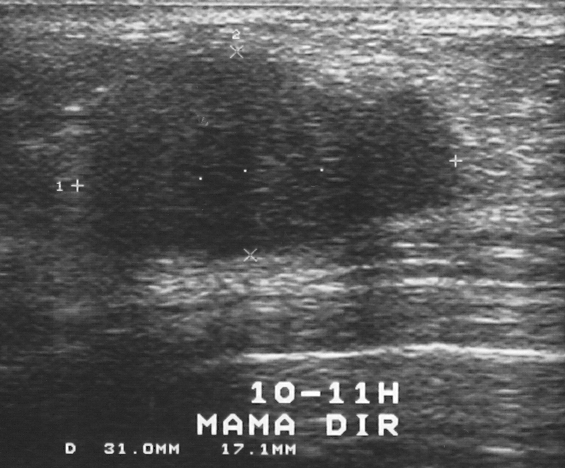
Imaging: B-mode breast ultrasound.
(coordinates in a 565x468 pixel frame) Lesion region of interest: [88, 50, 457, 258]. The lesion is benign on biopsy or follow-up.